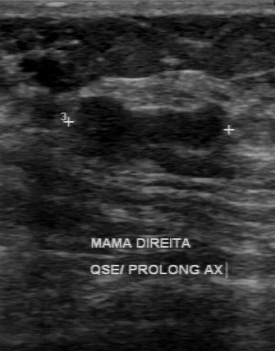
Acquired on GE Logiq 7 @10-14MHz. Modality: breast ultrasound.
This breast ultrasound shows a lesion with BI-RADS assessment: 4.